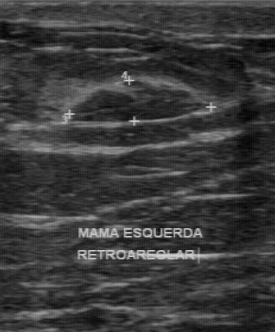
Breast US.
Coordinates are pixels in the 275x332 image. The breast lesion occupies approximately 72 80 201 122. The breast lesion is benign on biopsy or follow-up.